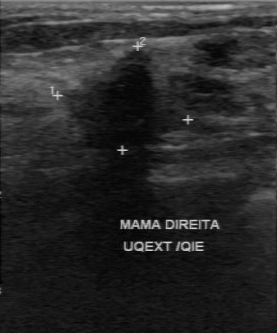
Breast ultrasound image. Scanner: GE Logiq 7 @10-14MHz.
The BI-RADS is 5. Outcome on biopsy or follow-up: malignant. Histopathology: invasive ductal carcinoma.